Breast ultrasound.
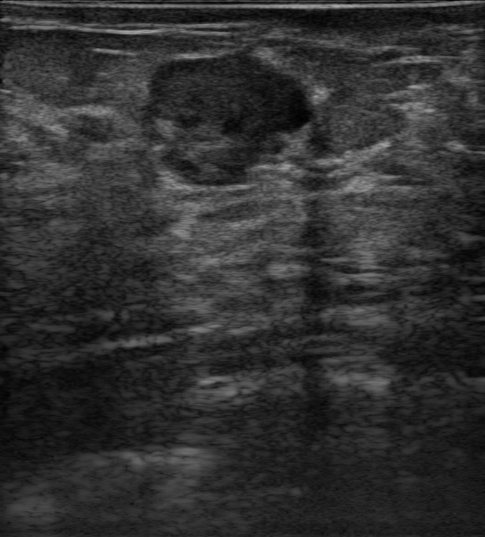
Biopsy or follow-up result: benign. BI-RADS 4B.